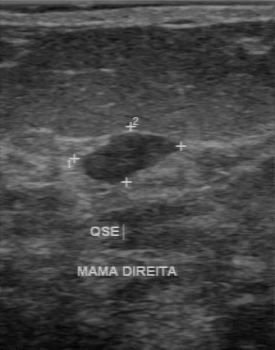
Imaging: breast US.
The lesion demonstrates independent BI-RADS assessment: 3, regular lesion margin.